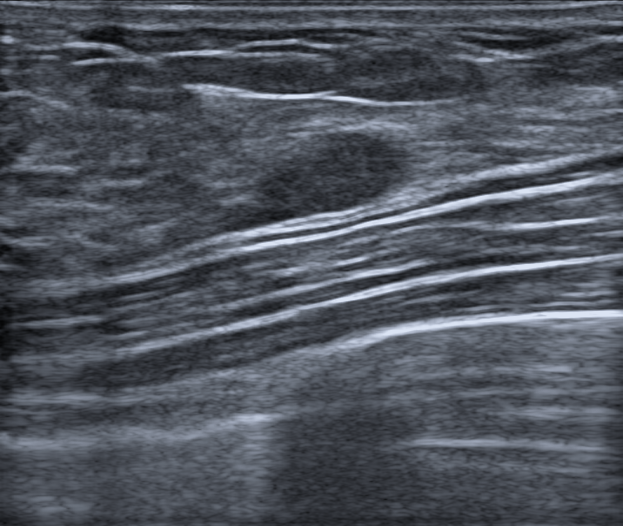
Imaging: breast ultrasound scan. Patient age: 20.
(coordinates in a 623x526 pixel frame) Segment the finding: bounding box (219, 126) to (405, 232).